Modality: breast ultrasound image.
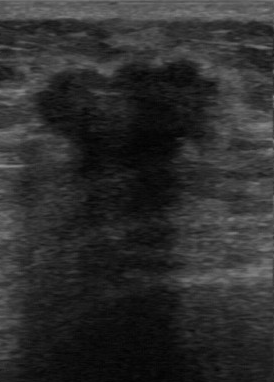
Pixel coordinates (x1, y1, x2, y2): The mass occupies approximately (31,57)-(224,188).